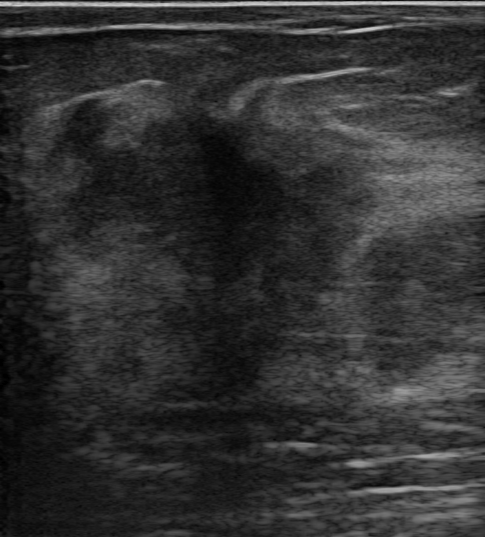
Imaging: breast US.
The finding is malignant on biopsy or follow-up.